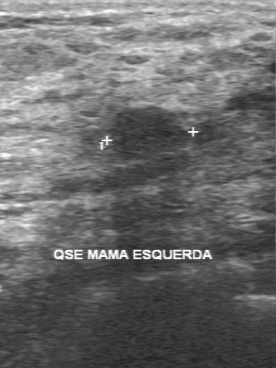
Modality: breast ultrasound scan.
- calcifications: absent
- boundary: fairly clear
- contour: regular
- echo pattern: slightly hypoechoic
- biopsy result: fibroadenoma